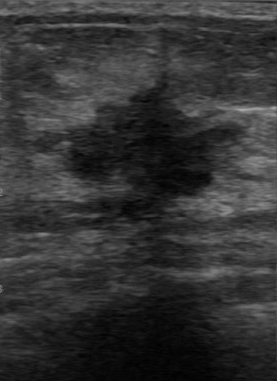
Imaging: B-mode breast ultrasound.
BI-RADS on independent re-read: 4C. The echo pattern is hypoechoic. Boundary: unclear.